Imaging: breast ultrasound.
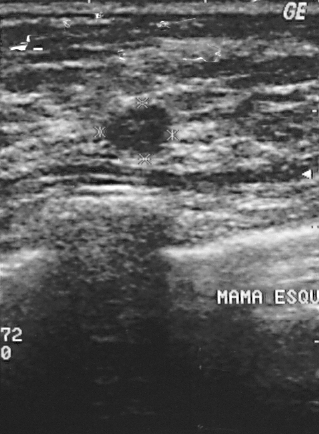
Histopathology: fibroadenoma. Confirmed outcome (biopsy or follow-up): benign. BI-RADS: 2.
OUTCOME ON BIOPSY OR FOLLOW-UP: benign.